Modality: breast ultrasound image. Acquired on Toshiba Aplio 300 @12-14 MHz.
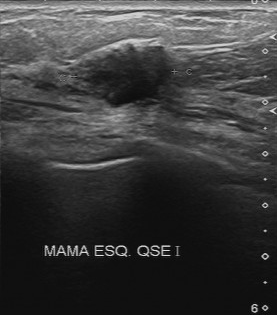
Breast ultrasound image findings:
- internal echoes: hypoechoic
- lesion boundary: unclear
- independent BI-RADS assessment: 4B
- biopsy or follow-up result: malignant
- original BI-RADS: 4